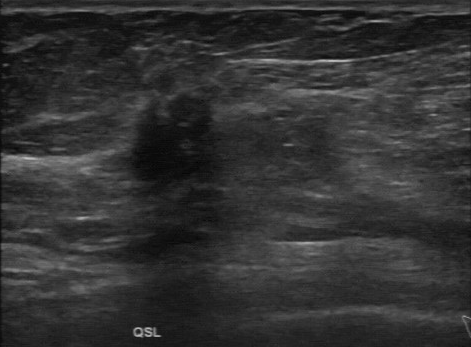
Breast ultrasound image.
Calcifications: none. Biopsy or follow-up result: malignant. BI-RADS (second read): 4B. Echogenicity: hypoechoic. Contour: irregular. Boundary: unclear.